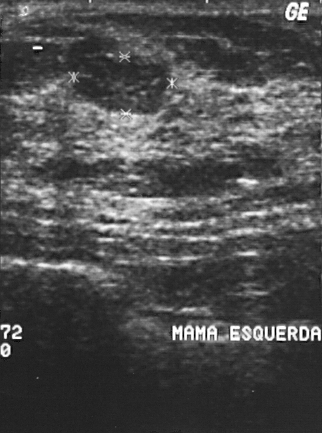
Imaging: B-mode breast ultrasound.
The breast lesion is benign on biopsy or follow-up. The biopsy result was fibroadenoma; the breast lesion is benign. BI-RADS assessment: 2.